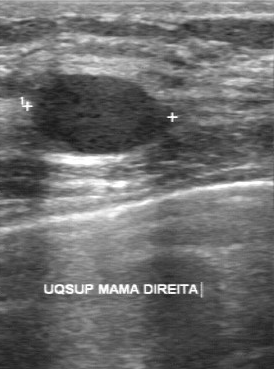
Imaging: B-mode breast ultrasound. Scanner: GE Logiq 7 @10-14MHz.
- BI-RADS assessment: 2